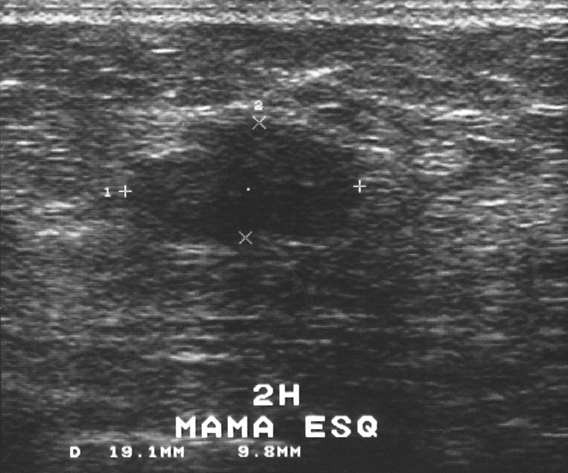
Imaging: breast ultrasound scan. Acquired on GE Logiq 5 @10-12MHz.
Breast ultrasound scan findings:
- BI-RADS assessment: 4
- biopsy or follow-up result: benign